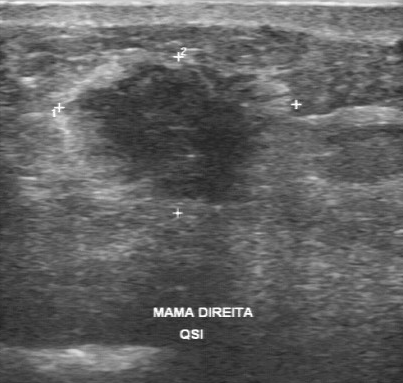
Imaging: breast ultrasound image.
(coordinates in a 403x383 pixel frame) Finding bounding box: (66,62)-(293,207).